B-mode breast ultrasound.
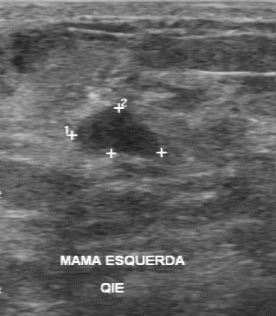
- histopathology: fibroadenoma
- BI-RADS: 3